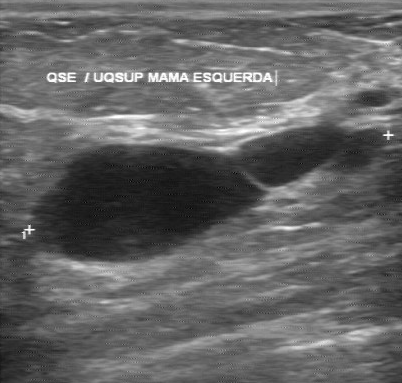
Modality: breast ultrasound.
The original reader assigned BI-RADS 2.
On a second read by an independent reader:
Margin: regular.
The lesion boundary is clear.
Internally the lesion is anechoic.
There are no calcifications.
Biopsy showed cyst, a benign finding.